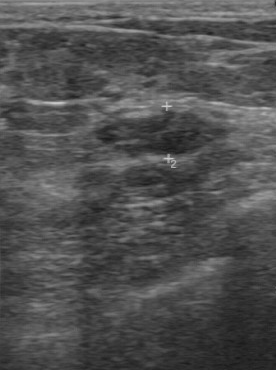
Modality: breast ultrasound image.
The finding was assessed as BI-RADS 4 by the original reader. Descriptors from an independent second read (not the reader who assigned the category): Calcifications: none. The margin is regular. Boundary: clear. The finding is hypoechoic. Biopsy showed fibroadenoma, a benign finding.